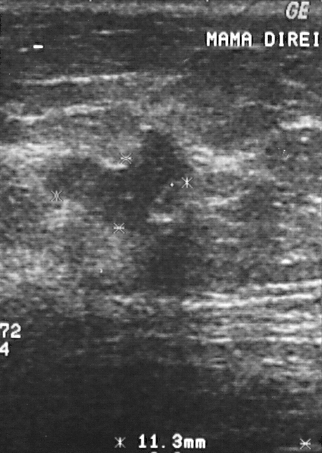
Breast ultrasound.
Histopathology: invasive ductal carcinoma (malignant). BI-RADS assessment: 4. Biopsy or follow-up result: malignant.